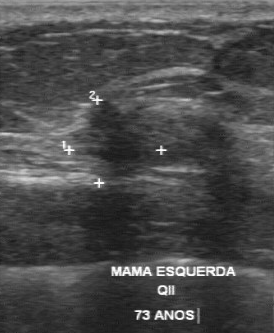
Modality: breast ultrasound.
This breast ultrasound shows a breast lesion, malignant on biopsy or follow-up. BI-RADS 5.